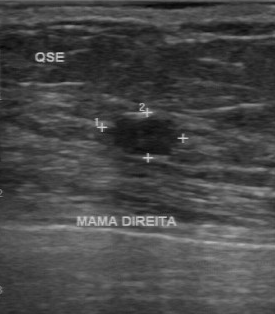
Breast ultrasound.
Coordinates are pixels in the 275x314 image. Lesion region of interest: x1=108, y1=119, x2=176, y2=154. The finding is benign on biopsy or follow-up.